Imaging: breast ultrasound scan.
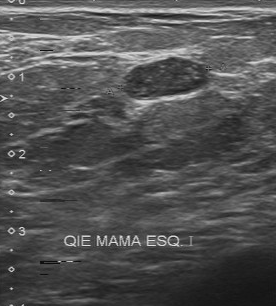
The finding is benign on biopsy or follow-up.